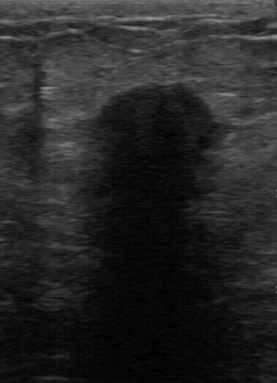
Modality: breast sonogram.
The original reader assigned BI-RADS 4.
On a second read by an independent reader:
The margin is irregular.
Boundary: unclear.
Echo pattern: hypoechoic.
There are no calcifications.
Histopathology: invasive ductal carcinoma (malignant).